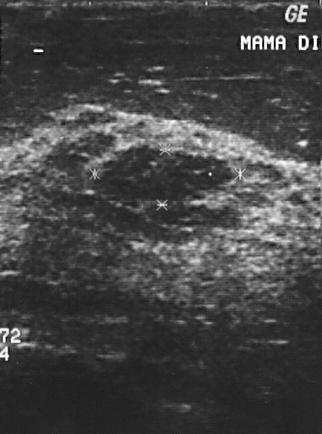
Modality: breast sonogram.
A breast lesion is present on this breast sonogram. Assessment: BI-RADS 2. Pathology confirmed benign fibroadenoma.